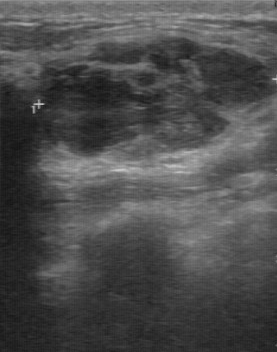
Imaging: breast sonogram.
The finding was categorized BI-RADS 3 in the original read. The following findings are from a second reader, independent of the original assessment. The lesion boundary is fairly clear. Internally the finding is heterogeneous. There are no calcifications. The margin is partially regular. Histopathology: fibroadenoma (benign).